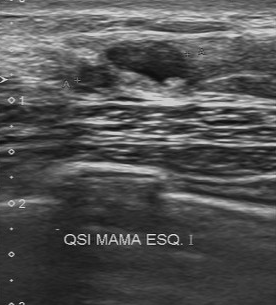
Modality: breast ultrasound scan.
The original reader assigned BI-RADS 4. On a second, independent read, a mass with a regular margin and a clear boundary is seen; it is hypoechoic. Biopsy showed apocrine metaplasia, a benign finding.